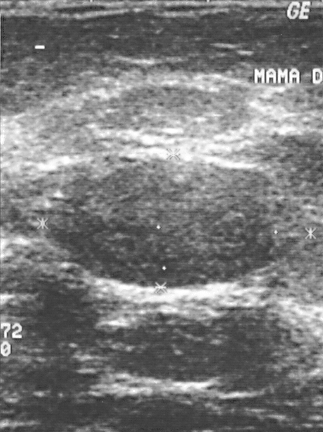
Modality: breast ultrasound image.
BI-RADS category 2.
The finding is benign on biopsy or follow-up.
The biopsy result was fibroadenoma; the finding is benign.